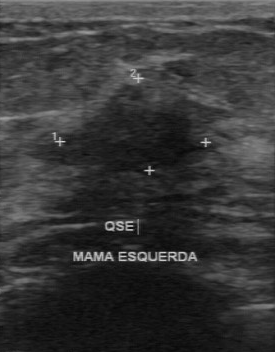
Imaging: breast US.
Original-read BI-RADS category: 4. On a second, independent read, a finding with a partially regular margin and a somewhat unclear boundary is seen; it is hypoechoic. No calcifications are seen. Biopsy showed fibroadenoma, a benign finding.